Acquired on GE Logiq 7 @10-14MHz. Imaging: B-mode breast ultrasound.
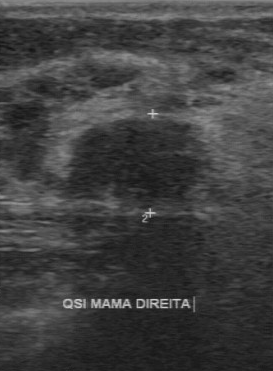
The original reader assigned BI-RADS 4. Findings on the second read (an independent reader): a hypoechoic breast lesion, margin regular, boundary fairly clear. The biopsy result was fibroadenoma; the breast lesion is benign.